Acquired on Toshiba Aplio 300 @12-14 MHz. Modality: breast sonogram.
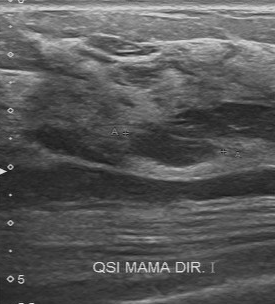
The mass was categorized BI-RADS 3 in the original read. On a second read by an independent reader: The mass has a regular margin. Boundary: fairly clear. The mass is slightly hypoechoic. No calcifications are seen. The biopsy result was fibroadenoma; the mass is benign.